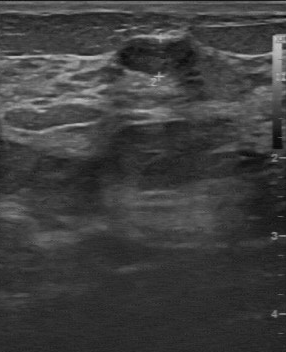
Breast ultrasound.
Breast lesion: benign on biopsy or follow-up. (BI-RADS category 3.)